Imaging: breast US. Background tissue composition: homogeneous: fat.
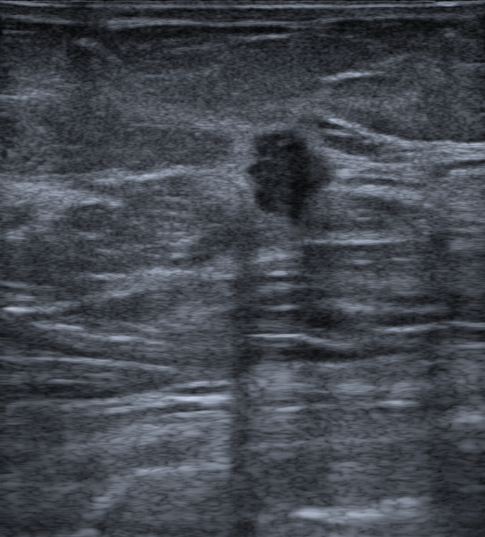
The lesion is irregular and hypoechoic; its margin is not circumscribed (angular and indistinct). There are no posterior acoustic features. There is no skin thickening. BI-RADS assessment: 4C; biopsy or follow-up result: malignant. Differential on reading: Suspicion of malignancy.